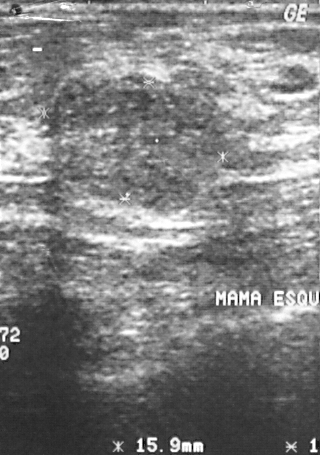
Breast ultrasound image.
FINDINGS: Breast ultrasound image. BI-RADS assessment: 2. Outcome on biopsy or follow-up: benign.
OUTCOME ON BIOPSY OR FOLLOW-UP: benign.